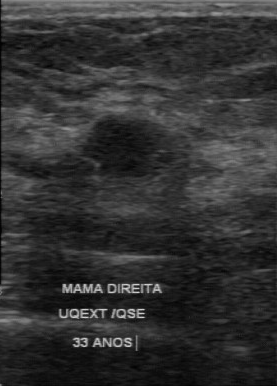
Modality: breast ultrasound.
- biopsy or follow-up result: benign
- echo pattern: hypoechoic
- contour: regular
- lesion boundary: clear
- calcifications: none
- biopsy result: fibroadenoma